Imaging: breast ultrasound image.
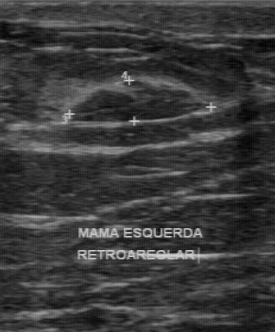
Outcome on biopsy or follow-up: benign.